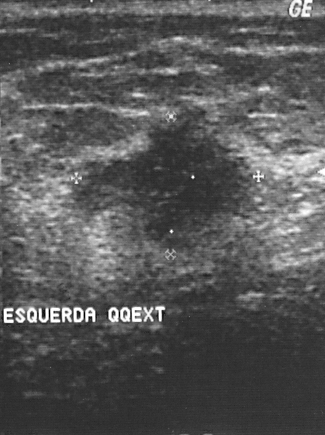
Modality: breast ultrasound image.
Coordinates are pixels in the 325x435 image. The mass is located within the bounding box (60,106)-(266,255).